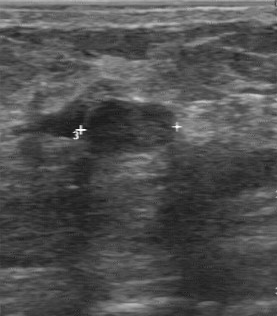
Breast US.
BI-RADS 2 in the original read.
Descriptors from an independent second read (not the reader who assigned the category):
Echo pattern: hypoechoic.
The lesion boundary is clear.
No calcifications are seen.
Margin: regular.
Histopathology: cyst (benign).